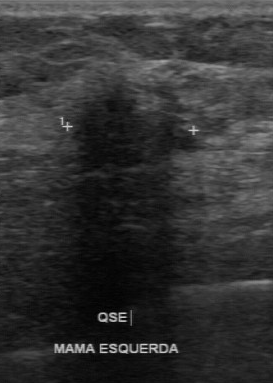
Imaging: breast ultrasound image.
The mass demonstrates original BI-RADS: 4, irregular contour, BI-RADS on independent re-read: 4B, hypoechoic echo pattern.